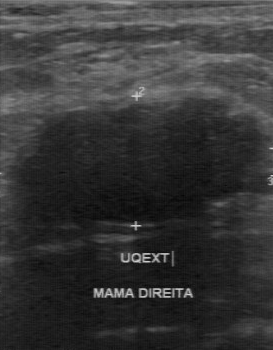
Modality: breast US.
The finding demonstrates independent BI-RADS assessment: 3.